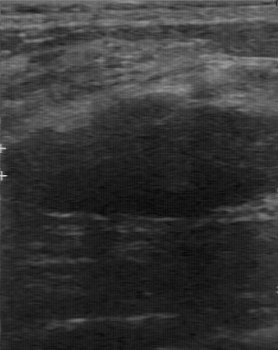
Modality: B-mode breast ultrasound.
This B-mode breast ultrasound shows a mass, benign on biopsy or follow-up. (BI-RADS category 4.)